Acquired on GE Logiq 7 @10-14MHz. Modality: breast sonogram.
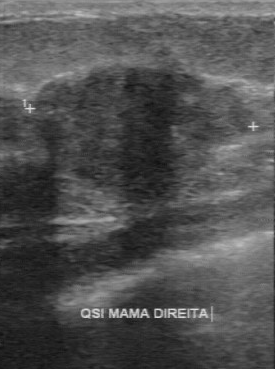
This breast sonogram shows a finding with partially regular contour, calcifications: none, hypoechoic echo pattern, second-reader BI-RADS: 4A, somewhat unclear boundary.